Acquired on GE Logiq 7 @10-14MHz. Imaging: breast US.
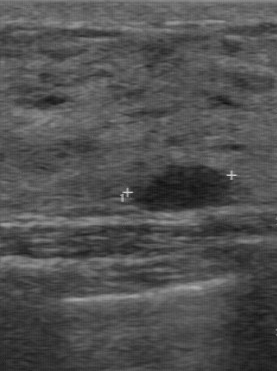
Original-read BI-RADS category: 3. On a second read by an independent reader: The mass is hypoechoic. The margin is regular. Its boundary is clear. No calcifications are seen. Biopsy showed fibroadenoma, a benign finding.